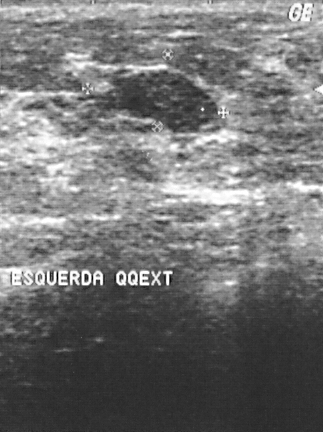
Imaging: breast ultrasound.
(coordinates in a 323x432 pixel frame) The finding is located within the bounding box (106,72)-(216,132).